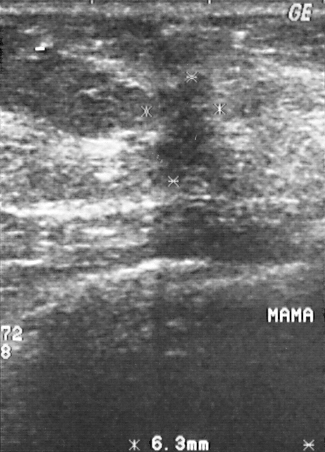
Imaging: breast ultrasound image.
Mass: malignant on biopsy or follow-up. (BI-RADS category 4.)